Imaging: breast sonogram.
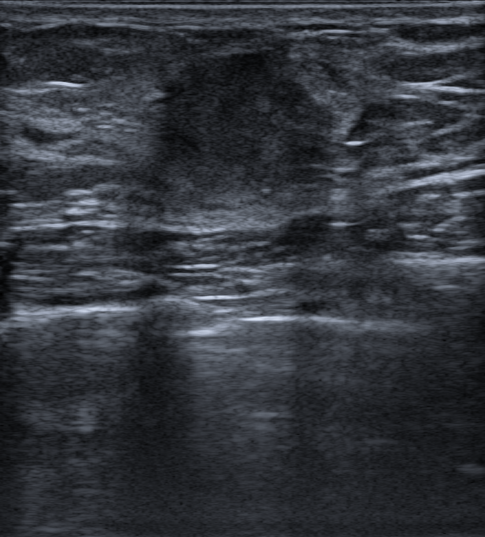
Pixel coordinates (x1, y1, x2, y2): The finding occupies approximately top-left (146, 48), bottom-right (336, 211).